Imaging: breast US.
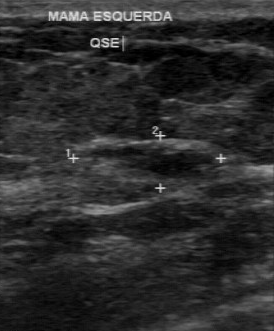
Internal echoes: slightly hypoechoic. The lesion boundary is somewhat unclear. Calcifications are absent. Contour: partially regular.